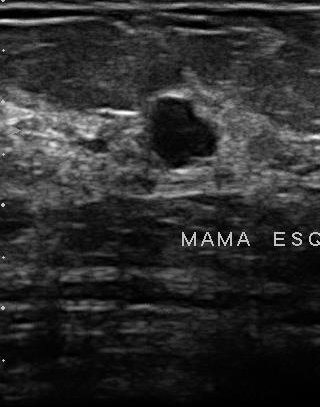
Modality: breast sonogram. Scanner: U-Systems @10-14MHz.
The original reader assigned BI-RADS 2. On a second read by an independent reader: The margin is partially regular. Its boundary is fairly clear. Internally the breast lesion is hypoechoic. Calcifications: none. The biopsy result was cyst; the breast lesion is benign.